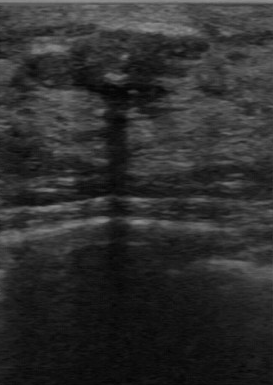
Breast ultrasound.
Original-read BI-RADS category: 2. Findings on the second read (an independent reader): a hypoechoic mass, margin regular, boundary clear. Calcifications: coarse calcifications. Pathology confirmed benign fibroadenoma.